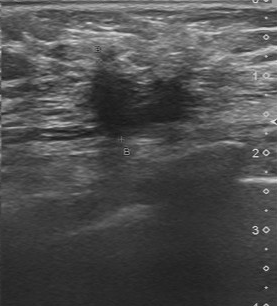
Imaging: B-mode breast ultrasound.
This B-mode breast ultrasound shows a breast lesion, malignant on biopsy or follow-up. BI-RADS 4.